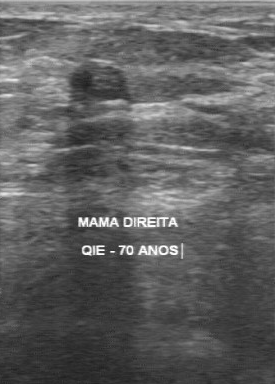
Breast ultrasound image.
- BI-RADS (second read): 3
- contour: regular
- calcifications: absent
- lesion boundary: clear
- internal echoes: hypoechoic